Imaging: breast ultrasound.
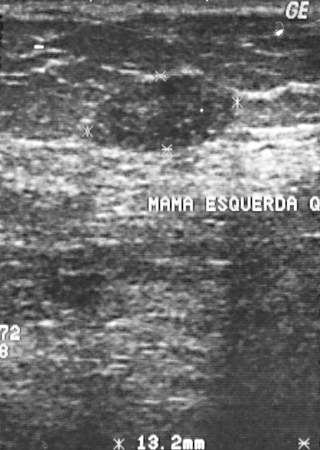
The mass is assessed as BI-RADS 2.
Histopathology: fibroadenoma (benign).